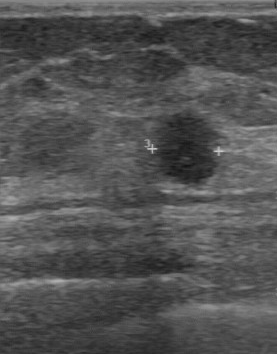
Imaging: breast ultrasound.
BI-RADS 4 in the original read. A second, independent read describes the finding as follows. The finding has a partially regular margin. Its boundary is clear. Echo pattern: hypoechoic. Calcifications: none. The biopsy result was invasive ductal carcinoma; the finding is malignant.